Modality: breast US.
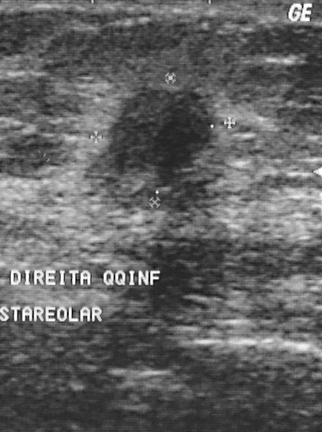
Biopsy showed invasive ductal carcinoma, a malignant finding. BI-RADS assessment: 4. This mass proved malignant on biopsy or follow-up.